Modality: B-mode breast ultrasound.
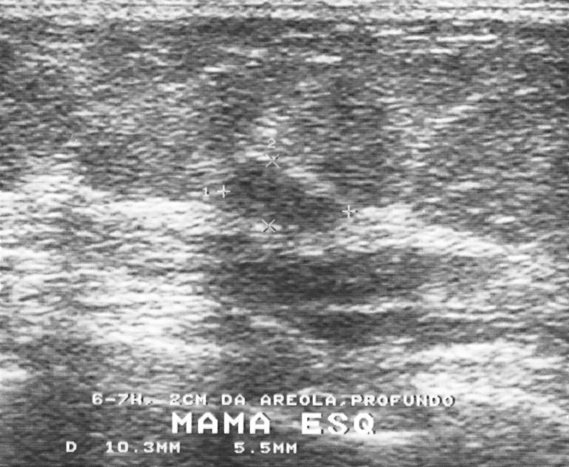
A finding is seen. It was assessed as BI-RADS 3. Pathology confirmed benign fibroadenoma.